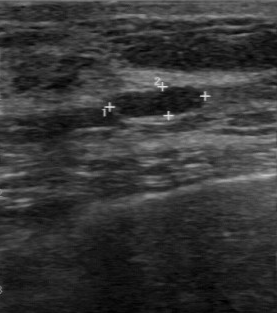
Breast US.
Original-read BI-RADS category: 2. On a second, independent read, a mass with a regular margin and a clear boundary is seen; it is hypoechoic. Calcifications: none. The biopsy result was fibroadenoma; the mass is benign.